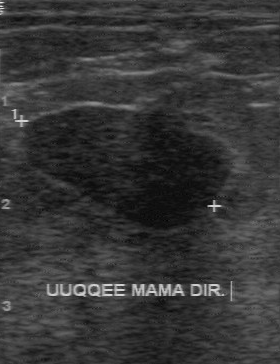
Imaging: breast ultrasound image.
FINDINGS: Margin: regular. Boundary: clear. Echo pattern: hypoechoic. Calcifications: none. BI-RADS (second read): 3.
OUTCOME ON BIOPSY OR FOLLOW-UP: benign.